Scanner: GE Logiq 5 @10-12MHz. Imaging: breast ultrasound scan.
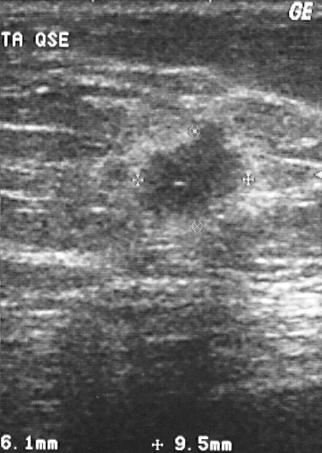
FINDINGS: Breast ultrasound scan. BI-RADS category: 4. Histopathology: invasive ductal carcinoma.
OUTCOME ON BIOPSY OR FOLLOW-UP: malignant.